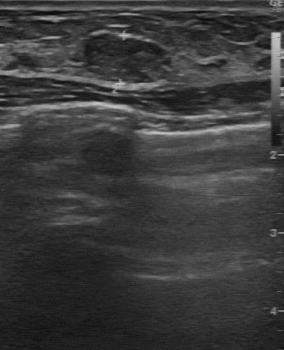
Scanner: GE Logiq 7 @10-14MHz. Imaging: breast US.
Original-read BI-RADS category: 3. A second, independent read describes the lesion as follows. The lesion has a regular margin. Its boundary is fairly clear. Internally the lesion is slightly hypoechoic. No calcifications are seen. The biopsy result was fibroadenoma; the lesion is benign.